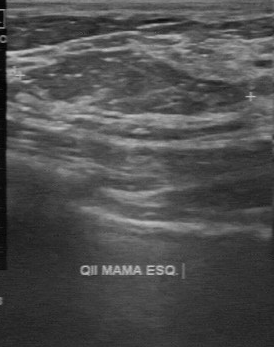
Modality: breast ultrasound.
Breast ultrasound findings:
- echogenicity: slightly hypoechoic
- lesion margin: partially regular
- lesion boundary: clear
- outcome on biopsy or follow-up: benign
- calcifications: absent